Acquired on GE Logiq 7 @10-14MHz. Breast US.
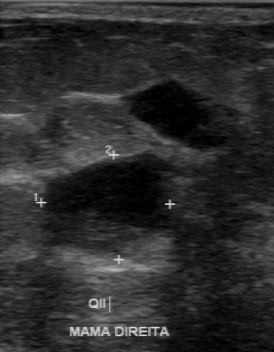
Outcome on biopsy or follow-up: malignant. BI-RADS 3.